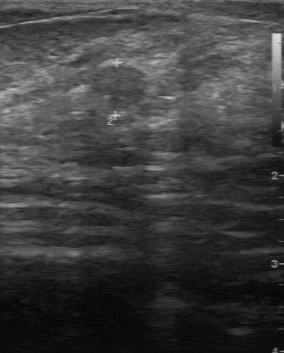
Imaging: B-mode breast ultrasound.
The biopsy result is cyst. BI-RADS category: 3.